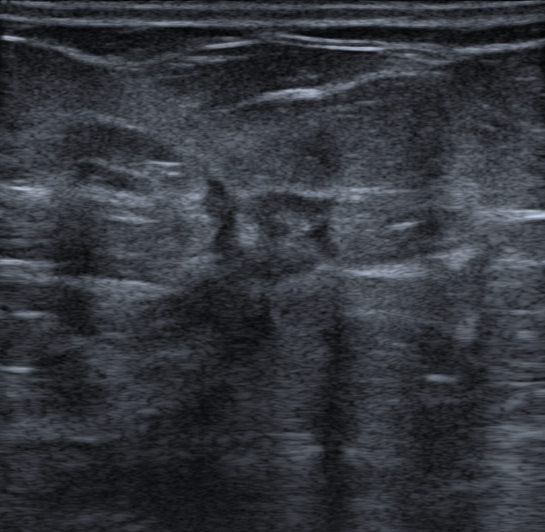
Imaging: breast ultrasound.
Segment the finding: bounding box (183,167)-(343,291). The finding is malignant on biopsy or follow-up.